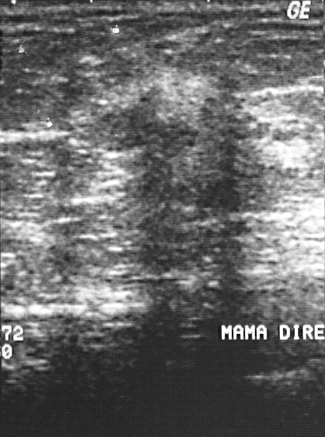
Imaging: breast ultrasound. Scanner: GE Logiq 5 @10-12MHz.
The biopsy result was invasive ductal carcinoma; the finding is malignant. This finding proved malignant on biopsy or follow-up. BI-RADS assessment: 4.